Imaging: B-mode breast ultrasound.
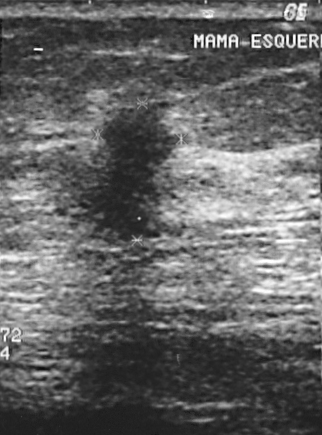
A lesion is seen. Assessment: BI-RADS 4. Pathology confirmed malignant invasive ductal carcinoma.